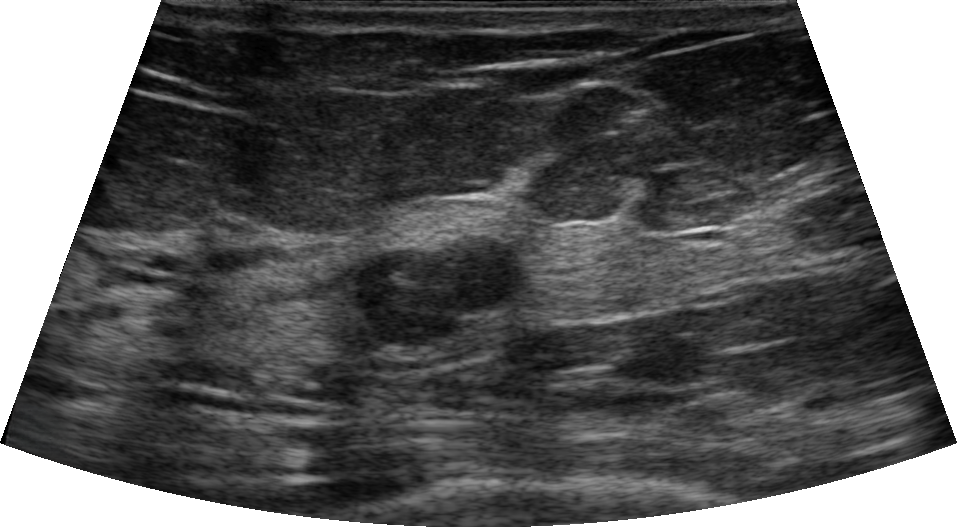
48-year-old patient. Modality: breast sonogram.
Radiologist's impression: Fibroadenoma. Biopsy or follow-up result: benign. BI-RADS assessment: 4A. Biopsy confirmed fibroadenoma. Echogenicity: hypoechoic. Echogenic halo: absent. Shape: oval. Posterior features: none. Calcifications: none. Skin thickening: none. Margin: circumscribed.